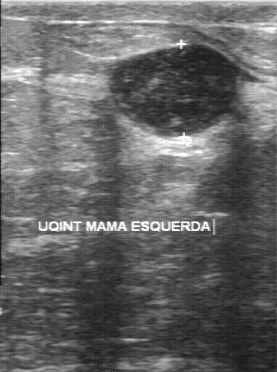
Breast ultrasound scan. Acquired on GE Logiq 7 @10-14MHz.
Biopsy or follow-up result: benign.